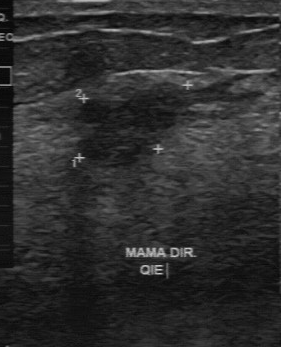
Modality: breast ultrasound scan.
The independent BI-RADS assessment is 4A. Lesion boundary is unclear.